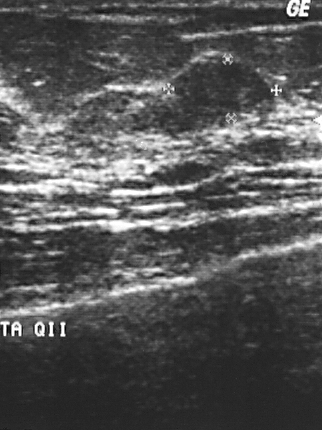
Breast ultrasound scan.
The breast lesion demonstrates biopsy result: fibroadenoma, BI-RADS category: 2.